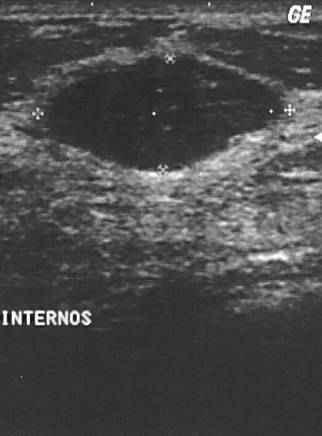
Imaging: breast ultrasound.
This finding proved benign on biopsy or follow-up. The biopsy result was fibroadenoma; the finding is benign. Assigned BI-RADS 2.